Imaging: breast ultrasound image.
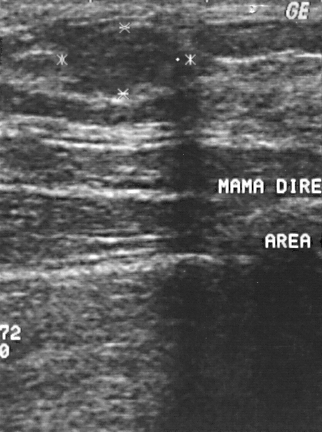
The mass is benign on biopsy or follow-up.
Assigned BI-RADS 2.
Histopathology: fibroadenoma.